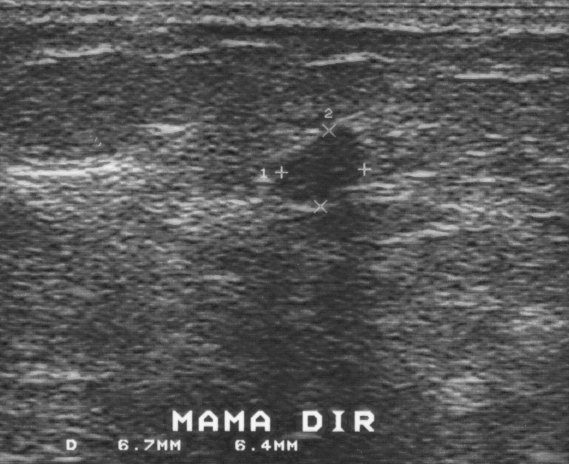
Breast ultrasound scan.
Pixel coordinates (x1, y1, x2, y2): The lesion occupies approximately top-left (276, 126), bottom-right (362, 201).